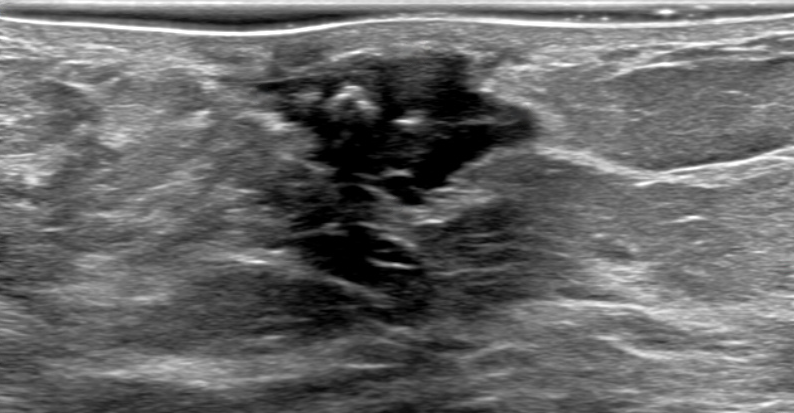
Breast ultrasound image.
Assigned BI-RADS 4A. The breast lesion is benign on biopsy or follow-up. The breast lesion is irregular in shape. Margins are circumscribed. The breast lesion is hypoechoic. Posterior features: shadowing. There is no echogenic halo. Calcifications are present within the mass. Skin thickening: none.